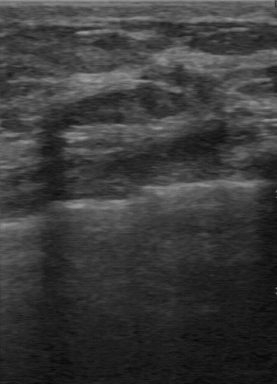
Breast ultrasound.
Second-reader BI-RADS is 3. Confirmed outcome (biopsy or follow-up) is benign. Echo pattern is hypoechoic.